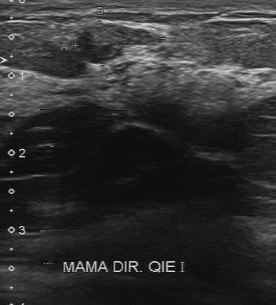
Breast ultrasound.
The lesion is located within the bounding box (74,21)-(162,61).